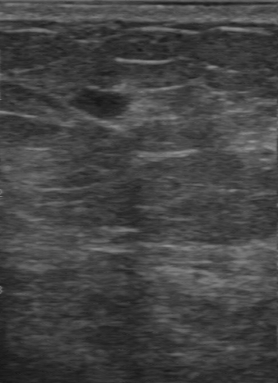
Imaging: breast ultrasound.
Original BI-RADS: 3. Internal echoes: hypoechoic. Biopsy or follow-up result: malignant. BI-RADS (second read): 2. Contour: regular.